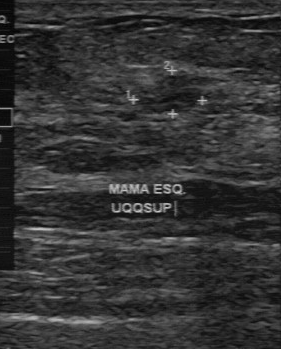
Breast US.
This breast US shows a lesion with BI-RADS: 4.